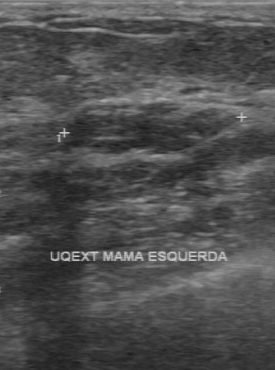
Modality: breast ultrasound scan.
Biopsy result: fibroadenoma. BI-RADS assessment is 4.